Imaging: breast ultrasound scan.
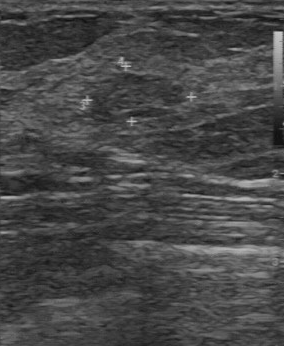
BI-RADS 2 in the original read; on a second read the margin is regular, the boundary fairly clear and the lesion slightly hypoechoic. There are no calcifications. The biopsy result was fibroadenoma; the lesion is benign.